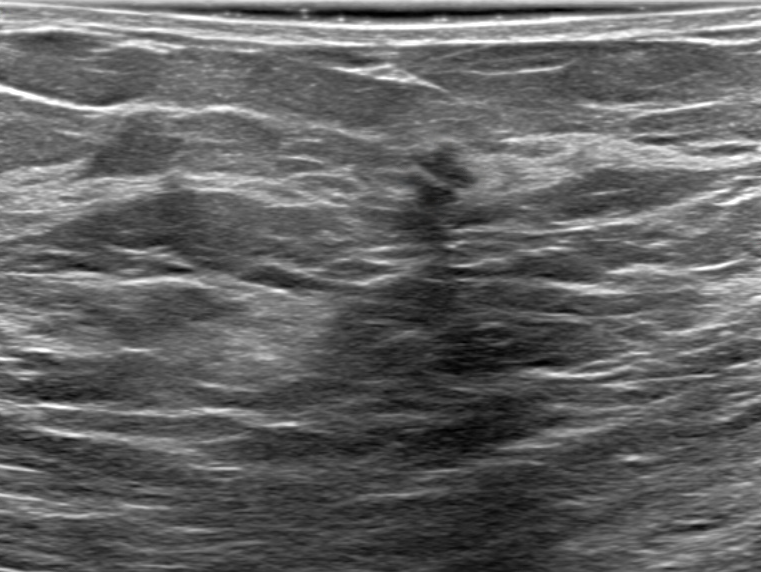
Breast ultrasound image.
There is an irregular mass that is hypoechoic, with angular and indistinct margins. There is posterior acoustic shadowing. The mass is categorized as BI-RADS 5; on biopsy or follow-up it was benign. Radiologic interpretation: Suspicion of malignancy. Biopsy confirmed benign mammary dysplasia.